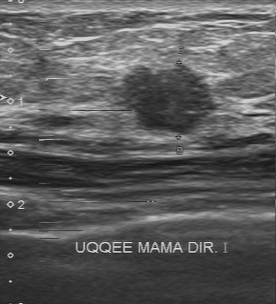
Modality: breast ultrasound. Acquired on Toshiba Aplio 300 @12-14 MHz.
Outcome on biopsy or follow-up: malignant. (BI-RADS category 4.)